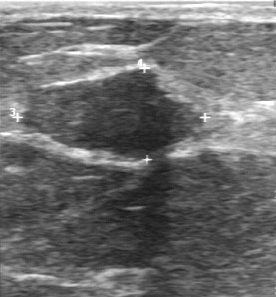
Imaging: breast US. Acquired on GE Logiq 7 @10-14MHz.
Contour is partially regular. The biopsy or follow-up result is benign. Boundary: fairly clear. There are no calcifications. Echo pattern: hypoechoic.